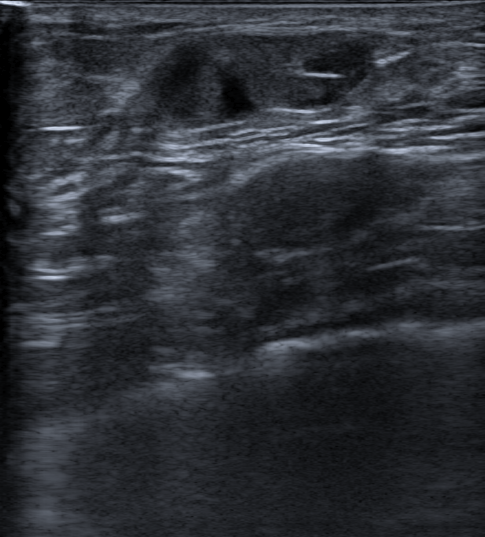
Breast sonogram.
The breast lesion is oval and complex cystic and solid; its margin is circumscribed. There are no posterior acoustic features. There is no skin thickening. No echogenic halo is seen. BI-RADS 3; benign on biopsy or follow-up. Differential on reading: Fat necrosis; Hematoma. Verification: follow-up care.